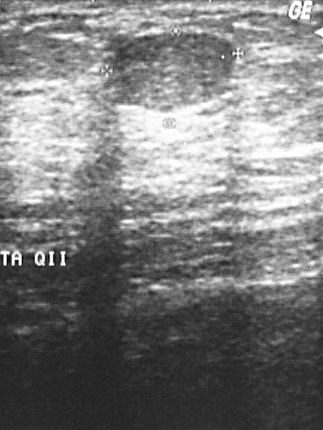
Breast sonogram.
Finding: lesion, benign on biopsy or follow-up.